Imaging: breast US.
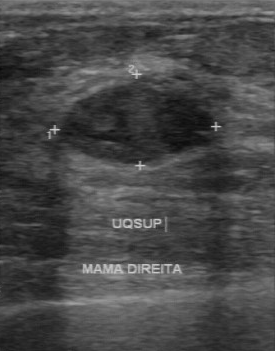
Lesion characteristics:
- BI-RADS: 3